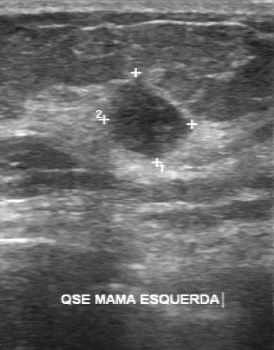
Scanner: GE Logiq 7 @10-14MHz. Modality: breast ultrasound image.
BI-RADS (second read): 3.